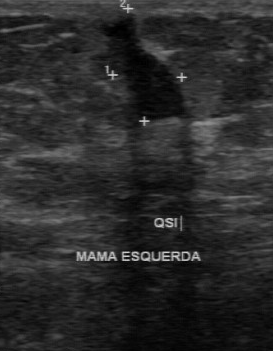
Modality: B-mode breast ultrasound.
Outcome on biopsy or follow-up: malignant. BI-RADS 4.